Imaging: breast ultrasound.
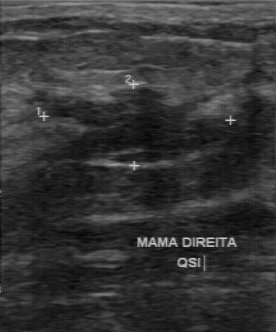
(coordinates in a 276x332 pixel frame) The mass is located within the bounding box (61,98)-(229,164).